Acquired on GE Logiq 5 @10-12MHz. Imaging: breast ultrasound image.
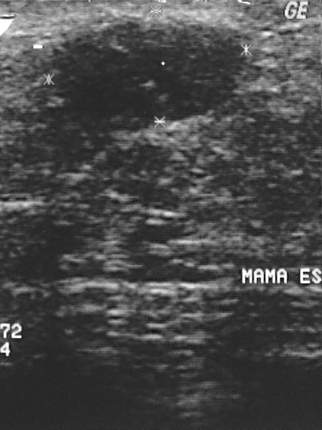
Finding: lesion, benign on biopsy or follow-up. BI-RADS 2.